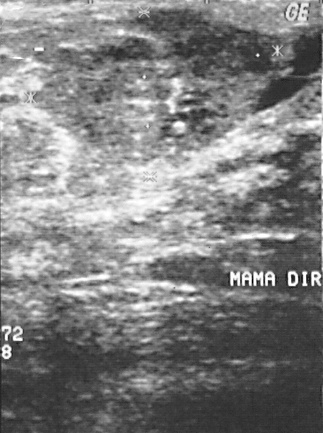
Imaging: breast US.
The lesion is malignant on biopsy or follow-up. BI-RADS 4.